Breast sonogram. Acquired on GE Logiq 7 @10-14MHz.
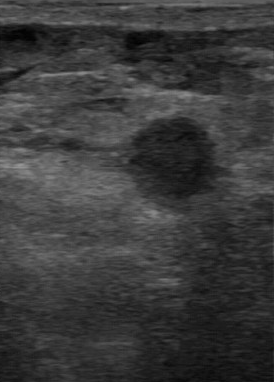
This breast sonogram shows a breast lesion with calcifications: none, confirmed outcome (biopsy or follow-up): malignant, pathology: invasive ductal carcinoma, hypoechoic internal echoes, fairly clear lesion boundary, partially regular margin.